Breast sonogram. Acquired on GE Logiq 7 @10-14MHz.
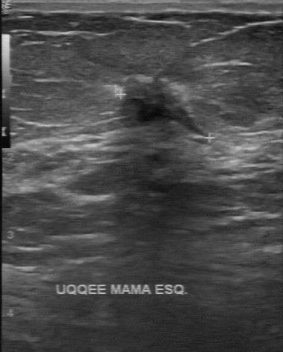
BI-RADS 4 in the original read. Descriptors from an independent second read (not the reader who assigned the category): Margin: irregular. Its boundary is unclear. Internally the lesion is hypoechoic. Calcification is suspected. Biopsy showed invasive ductal carcinoma, a malignant finding.